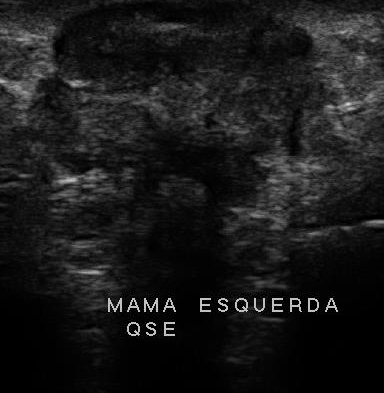
Modality: breast US.
FINDINGS: Confirmed outcome (biopsy or follow-up): malignant. Biopsy result: invasive ductal carcinoma. BI-RADS category: 5.
OUTCOME ON BIOPSY OR FOLLOW-UP: malignant.